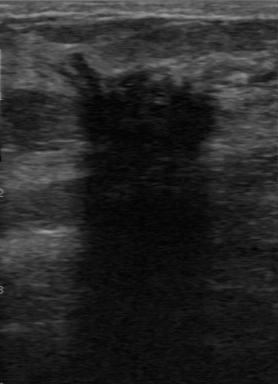
Modality: breast US.
- biopsy or follow-up result: malignant
- BI-RADS category: 4
- histopathology: invasive ductal carcinoma